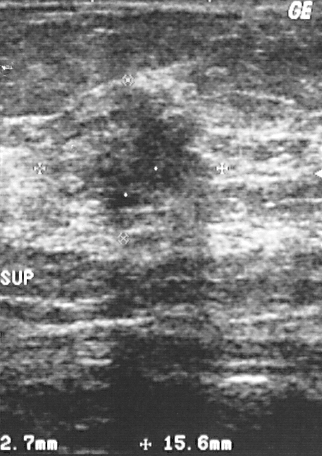
Scanner: GE Logiq 5 @10-12MHz. Modality: breast US.
Mass bounding box: (78, 84) to (204, 211). The mass is malignant on biopsy or follow-up.